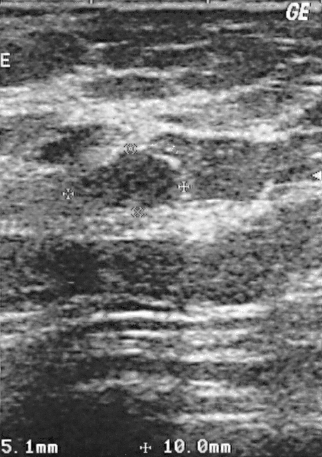
Acquired on GE Logiq 5 @10-12MHz. Modality: breast sonogram.
This breast sonogram shows a mass. It was assessed as BI-RADS 3. The biopsy result was fibroadenoma; the mass is benign.